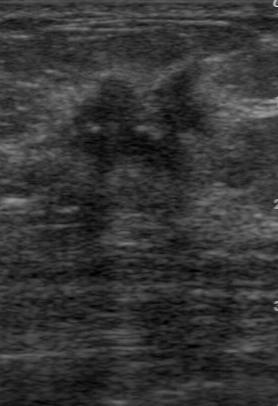
Modality: breast ultrasound.
The mass demonstrates slightly hypoechoic internal echoes, unclear boundary, BI-RADS on independent re-read: 4C, irregular margin, outcome on biopsy or follow-up: malignant, calcifications: suspected.